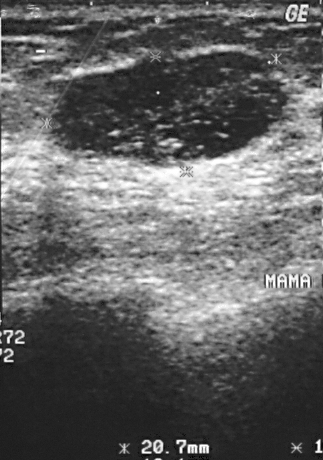
Modality: B-mode breast ultrasound.
This B-mode breast ultrasound shows a mass, benign on biopsy or follow-up.